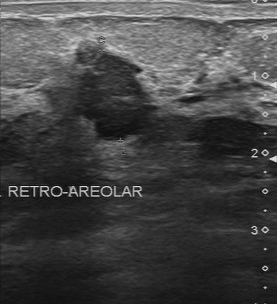
Imaging: breast ultrasound image.
Lesion characteristics:
- BI-RADS category: 4
- pathology: invasive ductal carcinoma
- confirmed outcome (biopsy or follow-up): malignant